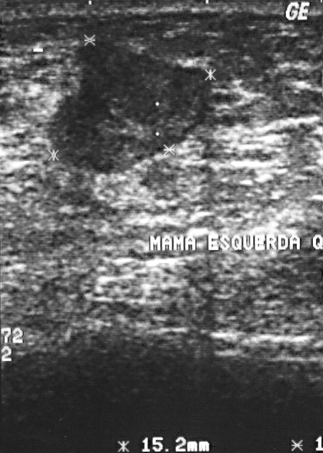
Imaging: breast US.
(coordinates in a 323x453 pixel frame) The mass is located within the bounding box [48, 41, 210, 174]. The mass is malignant on biopsy or follow-up.